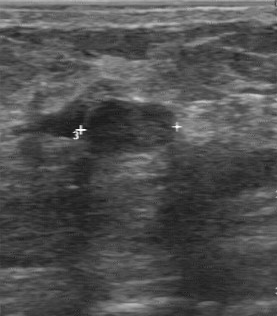
Scanner: GE Logiq 7 @10-14MHz. Breast US.
Outcome on biopsy or follow-up: benign. (BI-RADS category 2.)